Imaging: B-mode breast ultrasound.
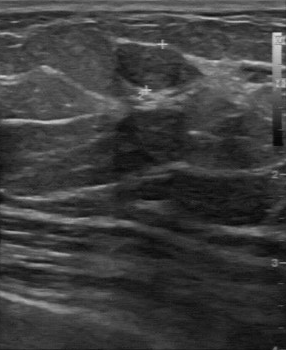
FINDINGS: B-mode breast ultrasound. BI-RADS (second read): 3. Calcifications: absent. Contour: regular. Echogenicity: slightly hypoechoic. Lesion boundary: clear.
OUTCOME ON BIOPSY OR FOLLOW-UP: benign.